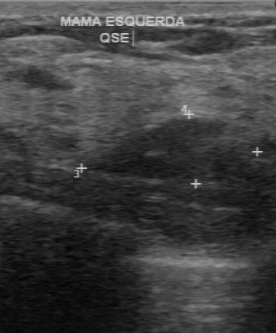
Acquired on GE Logiq 7 @10-14MHz. Imaging: breast ultrasound.
BI-RADS 3 in the original read. A second reader, independent of the original assessment, describes a hypoechoic mass with a regular margin; the boundary is clear. There are no calcifications. Pathology confirmed benign fibrocystic changes.